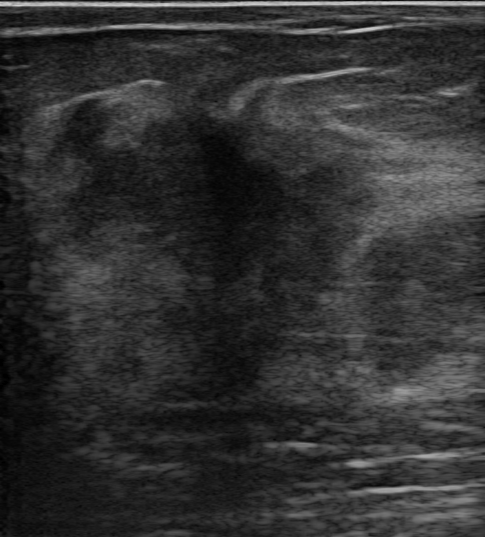
Age 58. Breast ultrasound.
There is an irregular breast lesion that is hypoechoic, with margins that are not circumscribed (angular and indistinct). There are no posterior features. Skin thickening: none. Echogenic halo: present. BI-RADS 5; malignant on biopsy or follow-up. Radiologic interpretation: Suspicion of malignancy. Biopsy result: Invasive carcinoma of no special type (NST); Sebaceous carcinoma.